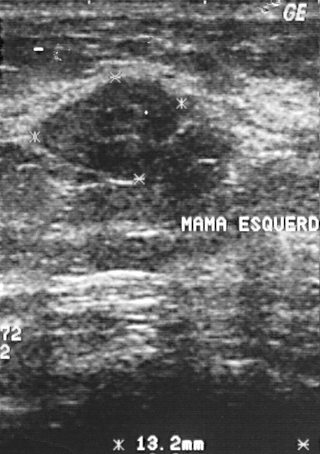
Breast ultrasound scan. Acquired on GE Logiq 5 @10-12MHz.
BI-RADS category 2. Biopsy showed fibroadenoma, a benign finding.